Modality: breast ultrasound image.
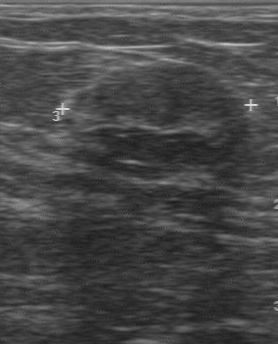
BI-RADS category is 3. Biopsy result is fibroadenoma.